Breast ultrasound.
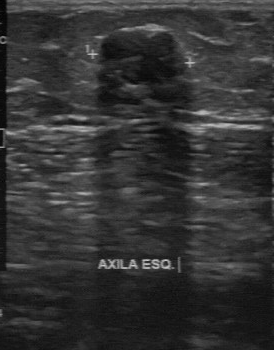
Pixel coordinates (x1, y1, x2, y2): Lesion region of interest: x1=101, y1=31, x2=184, y2=82.